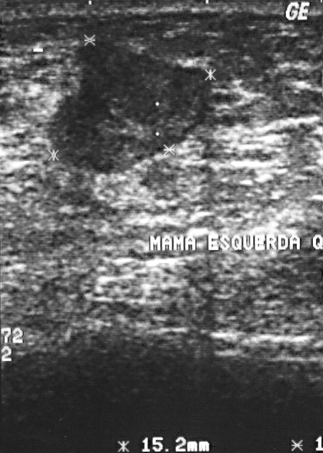
Modality: breast ultrasound image.
A mass is seen with BI-RADS: 4.